Modality: breast sonogram.
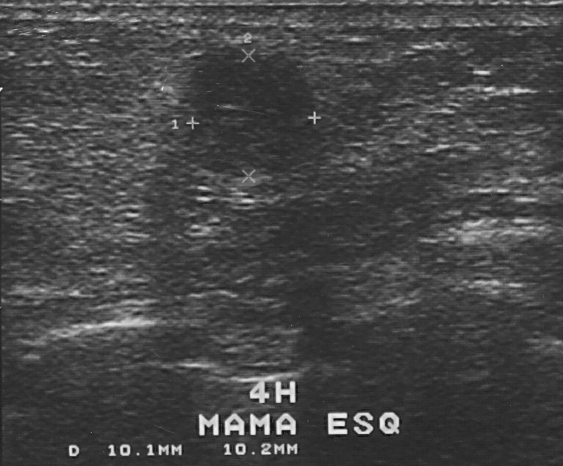
(coordinates in a 563x466 pixel frame) Segment the lesion: bounding box top-left (186, 52), bottom-right (321, 174). The lesion is benign on biopsy or follow-up.